Modality: breast sonogram. Scanner: Toshiba Aplio 300 @12-14 MHz.
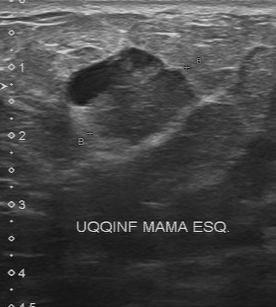
BI-RADS 4 in the original read.
On a second read by an independent reader:
No calcifications are seen.
The breast lesion has a partially regular margin.
Boundary: fairly clear.
Echo pattern: mixed cystic and solid.
Histopathology: invasive ductal carcinoma (malignant).